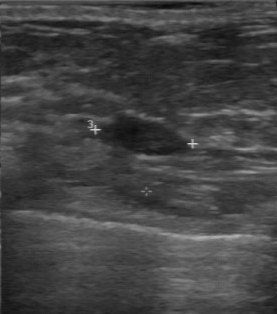
B-mode breast ultrasound.
The mass was assessed as BI-RADS 3 by the original reader. A second, independent read describes the mass as follows. The mass has a regular margin. Its boundary is clear. The mass is hypoechoic. No calcifications are seen. The biopsy result was fibroadenoma; the mass is benign.